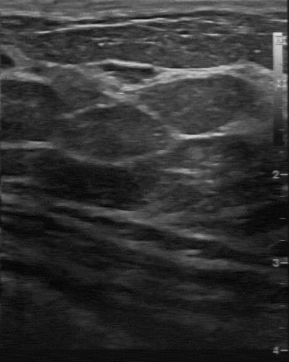
Modality: breast ultrasound image. Acquired on GE Logiq 7 @10-14MHz.
Pixel coordinates (x1, y1, x2, y2): The breast lesion is located within the bounding box x1=100, y1=63, x2=154, y2=84.